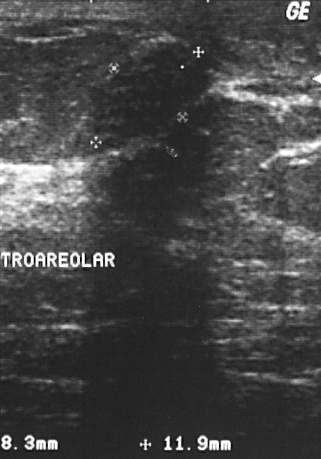
Modality: B-mode breast ultrasound.
Pathology confirmed fibroadenoma. BI-RADS assessment: 3. Outcome on biopsy or follow-up: benign.